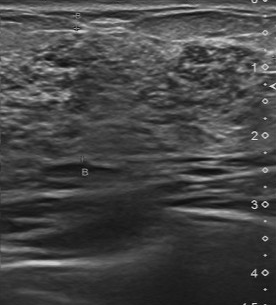
Imaging: breast ultrasound.
Coordinates are pixels in the 276x305 image. The mass is located within the bounding box (37,40)-(153,162).